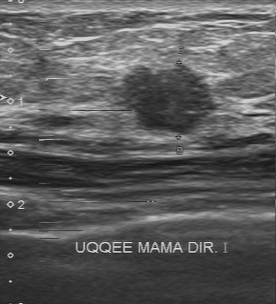
Imaging: breast ultrasound.
Breast ultrasound findings:
- histopathology: invasive ductal carcinoma
- margin: partially regular
- biopsy or follow-up result: malignant
- echogenicity: hypoechoic
- calcifications: suspected
- lesion boundary: somewhat unclear